Modality: breast US.
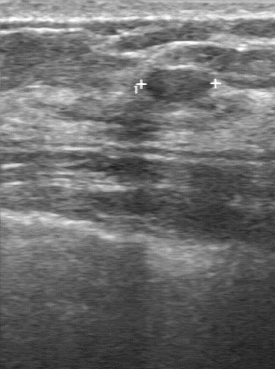
Pixel coordinates (x1, y1, x2, y2): The lesion is located within the bounding box (144,69)-(217,104). The lesion is benign on biopsy or follow-up.